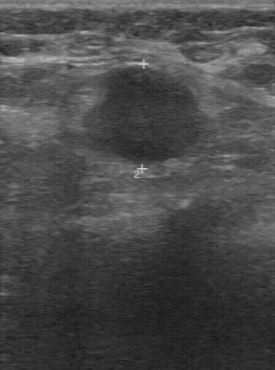
Breast sonogram. Scanner: GE Logiq 7 @10-14MHz.
A mass is seen with confirmed outcome (biopsy or follow-up): malignant, calcifications: absent, BI-RADS (second read): 3, regular contour, clear lesion boundary, hypoechoic echo pattern.